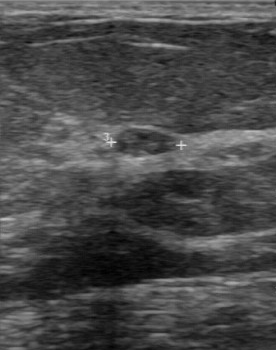
B-mode breast ultrasound.
FINDINGS: B-mode breast ultrasound. Contour: regular. BI-RADS (first reader): 2. BI-RADS on independent re-read: 3.